Modality: breast ultrasound scan.
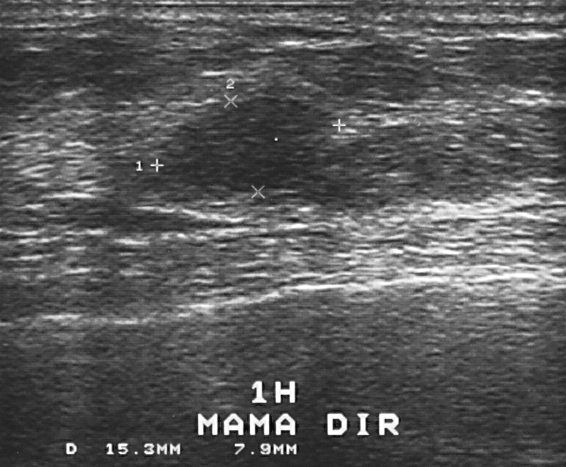
The breast lesion occupies approximately top-left (162, 99), bottom-right (322, 190). The breast lesion is benign on biopsy or follow-up. BI-RADS 3.